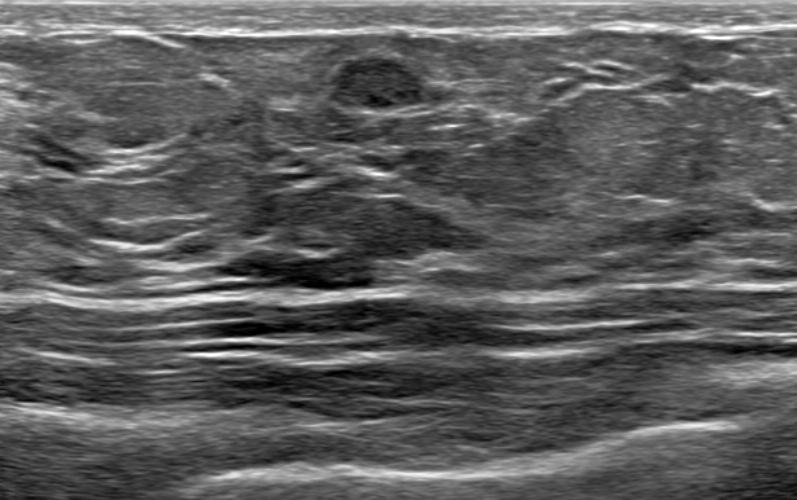
B-mode breast ultrasound. Background echotexture is lactating and heterogeneous: predominantly fat.
The breast lesion is benign on biopsy or follow-up.